Modality: breast ultrasound scan.
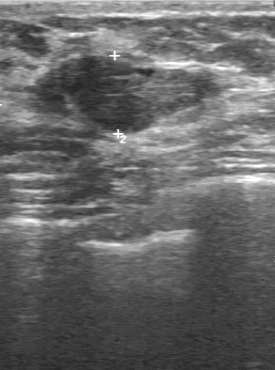
The lesion was assessed as BI-RADS 3 by the original reader. Findings on the second read (an independent reader): a slightly hypoechoic lesion, margin partially regular, boundary fairly clear. The biopsy result was hyperplasia; the lesion is benign.